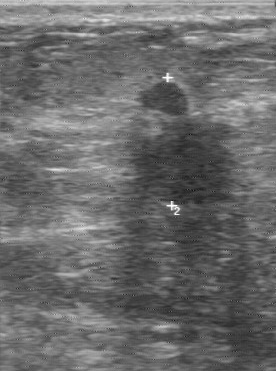
Acquired on GE Logiq 7 @10-14MHz. Modality: breast US.
Internal echoes are hypoechoic. No calcifications are seen. Lesion margin: irregular. Boundary is unclear.